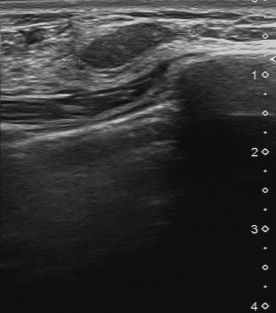
Modality: breast ultrasound image.
Coordinates are pixels in the 276x313 image. Breast lesion bounding box: (76,23)-(171,66). The breast lesion is benign on biopsy or follow-up.